Imaging: B-mode breast ultrasound.
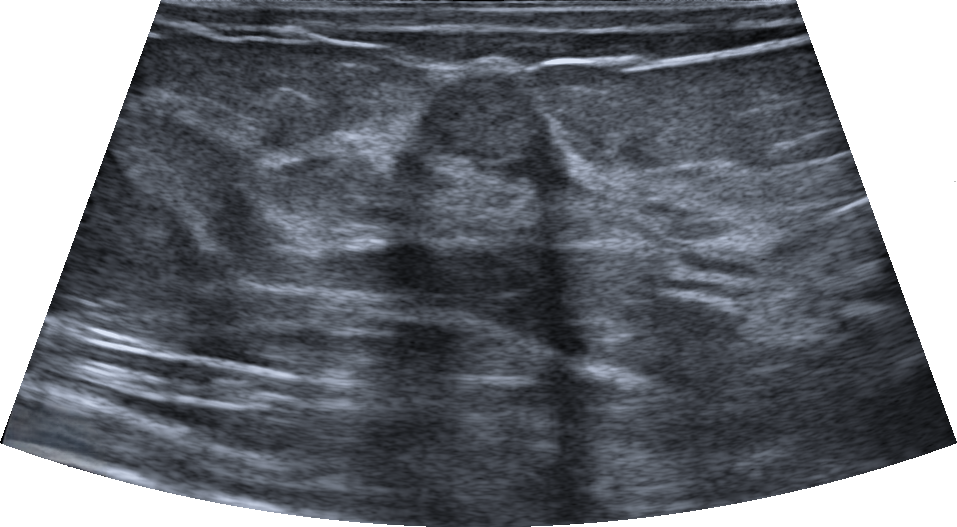
B-mode breast ultrasound findings:
- radiologic interpretation: Suspicion of malignancy; Fibroadenoma; Intraductal papilloma
- skin thickening: none
- biopsy or follow-up result: benign
- echogenic halo: none
- calcifications: none
- shape: oval
- echotexture: heterogeneous
- lesion margin: not circumscribed - indistinct
- BI-RADS category: 4B
- histopathology: Benign mammary dysplasia
- posterior acoustic features: none
- verification: confirmed by biopsy